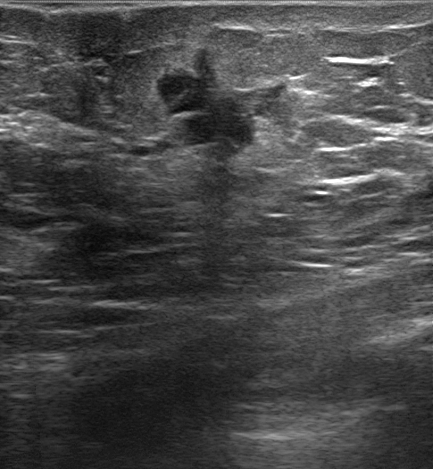
Modality: B-mode breast ultrasound.
(coordinates in a 433x469 pixel frame) Breast lesion bounding box: [163, 49, 287, 167].